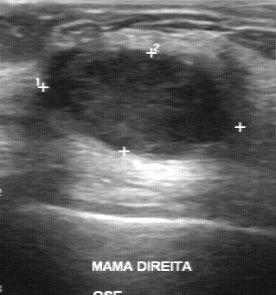
Breast ultrasound. Scanner: GE Logiq 7 @10-14MHz.
Calcifications are absent. Boundary is clear. The internal echoes are slightly hypoechoic. Contour: regular. The outcome on biopsy or follow-up is malignant.